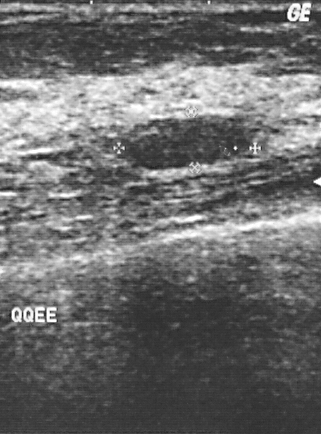
Modality: breast ultrasound.
A mass is seen with BI-RADS assessment: 2.